Background tissue composition: homogeneous: fat. Breast sonogram.
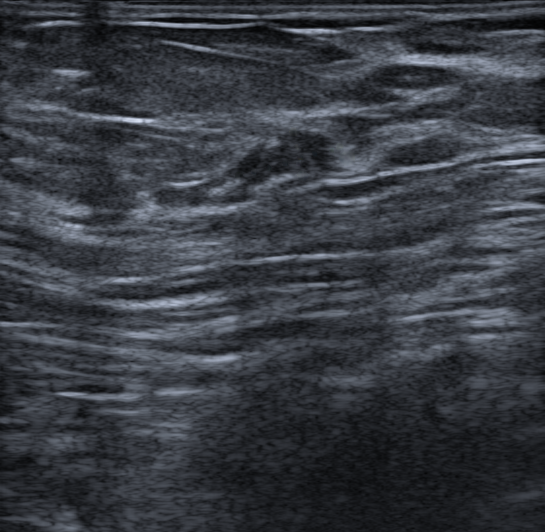
Posterior features: none. No skin thickening is seen. The breast lesion is hypoechoic. Calcifications: none. Shape: oval. Echogenic halo: absent. The breast lesion has a circumscribed margin. The finding was confirmed by follow-up care. Radiologic interpretation: Cyst filled with thick fluid; Intramammary lymph node. BI-RADS category 2.